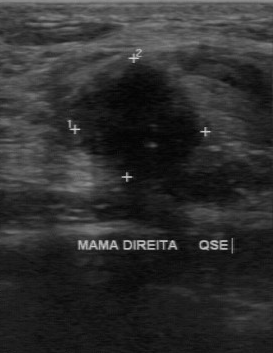
Imaging: breast US.
Outcome on biopsy or follow-up: malignant.